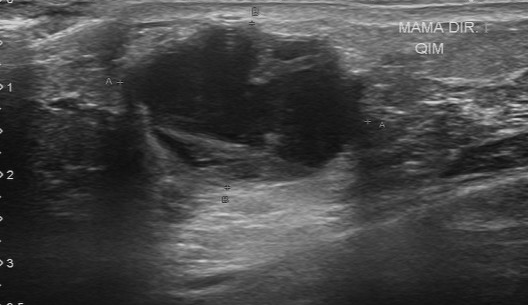
Breast ultrasound scan.
The breast lesion occupies approximately 119 24 368 189. The breast lesion is malignant on biopsy or follow-up.